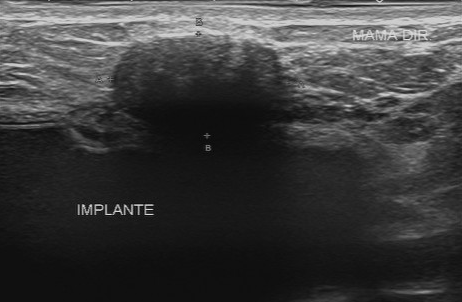
Breast US.
FINDINGS: Breast US. Independent BI-RADS assessment: 4A. Boundary: fairly clear.